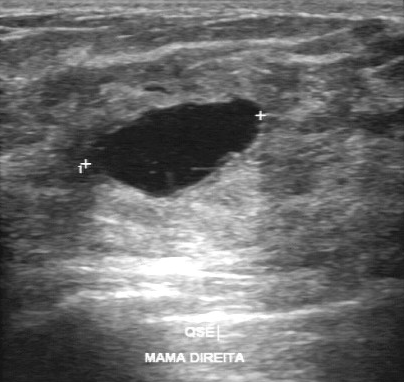
Modality: breast US.
Original-read BI-RADS category: 2. Findings on the second read (an independent reader): an anechoic finding, margin regular, boundary clear. There are no calcifications. The biopsy result was cyst; the finding is benign.